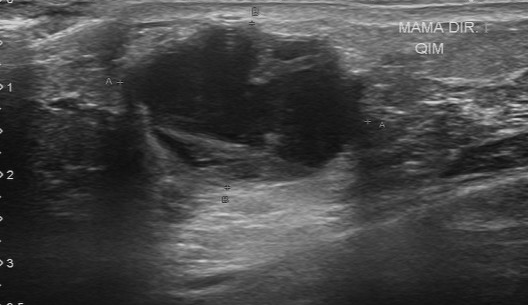
Modality: breast sonogram.
BI-RADS: 4.